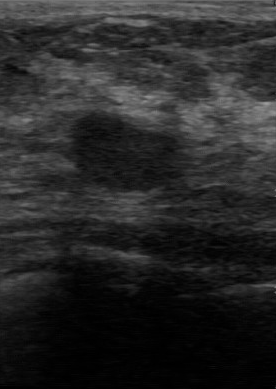
Breast US.
The lesion was assessed as BI-RADS 3 by the original reader. On a second read by an independent reader: The lesion has a regular margin. Its boundary is clear. Internally the lesion is hypoechoic. No calcifications are seen. Histopathology: fibroadenoma (benign).